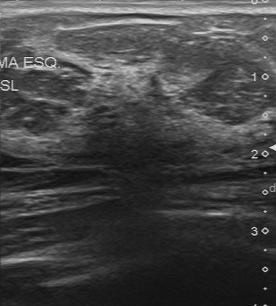
Breast ultrasound image.
FINDINGS: Breast ultrasound image. Lesion boundary: unclear. Lesion margin: irregular. Biopsy result: fibrocystic changes. Calcifications: absent. Independent BI-RADS assessment: 4A. Echogenicity: heterogeneous.